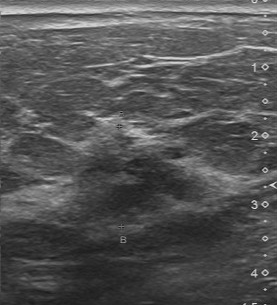
Acquired on Toshiba Aplio 300 @12-14 MHz. Breast US.
Finding: mass, malignant on biopsy or follow-up.